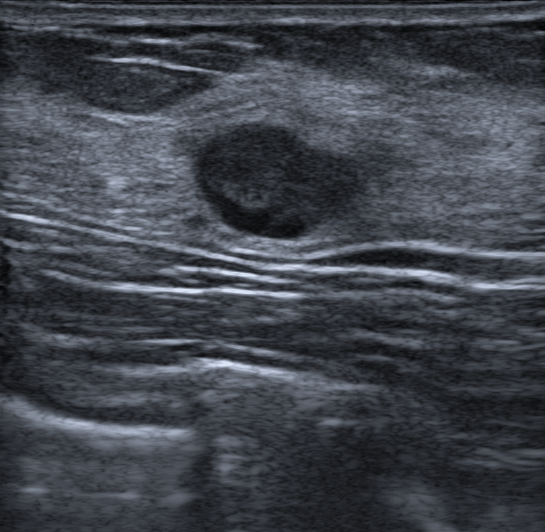
26-year-old patient. Modality: breast sonogram. Background echotexture is homogeneous: fibroglandular.
Biopsy or follow-up result: benign. BI-RADS 4A.